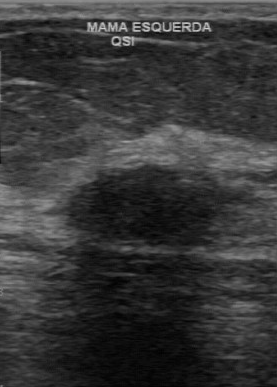
B-mode breast ultrasound.
BI-RADS 3 in the original read.
On a second read by an independent reader:
The margin is regular.
No calcifications are seen.
Internally the mass is hypoechoic.
Boundary: clear.
Histopathology: fibroadenoma (benign).